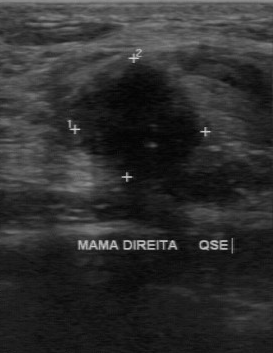
Modality: B-mode breast ultrasound.
FINDINGS: Outcome on biopsy or follow-up: malignant. Contour: irregular. Boundary: unclear. Echogenicity: hypoechoic. Calcifications: absent.